Imaging: breast ultrasound scan.
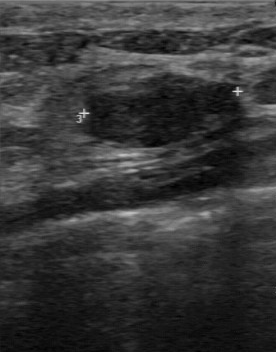
This breast ultrasound scan shows a mass with biopsy or follow-up result: benign, BI-RADS: 3.